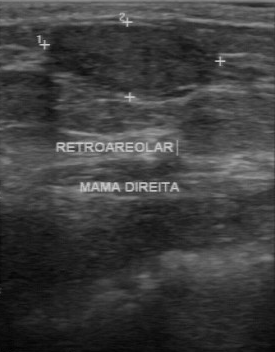
Breast ultrasound image.
Segment the lesion: bounding box (49, 24) to (216, 101). The lesion is benign on biopsy or follow-up.